Breast ultrasound.
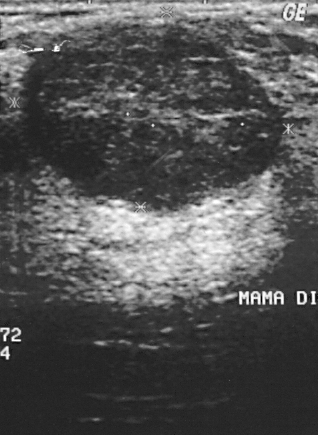
Outcome on biopsy or follow-up: benign. Histopathology: fibroadenoma. BI-RADS assessment: 2.